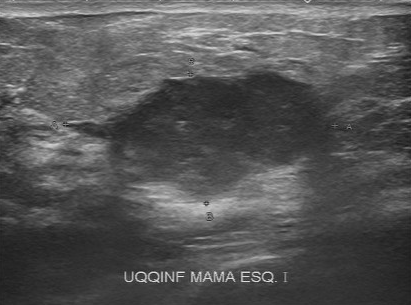
Breast sonogram. Acquired on Toshiba Aplio 300 @12-14 MHz.
FINDINGS: Breast sonogram. Lesion boundary: somewhat unclear. Calcifications: absent. Echogenicity: hypoechoic. Margin: partially regular.